Imaging: breast ultrasound scan.
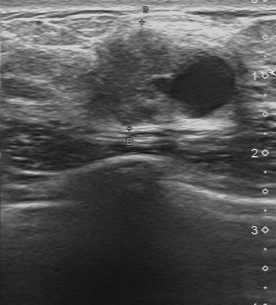
This breast ultrasound scan shows a finding with BI-RADS assessment: 4, outcome on biopsy or follow-up: malignant.